Modality: breast ultrasound.
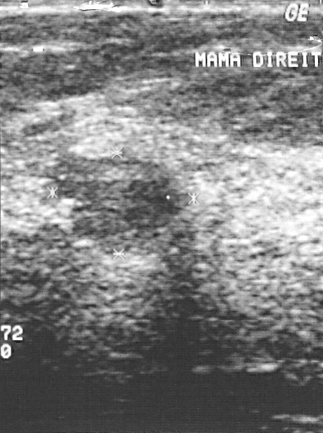
Biopsy or follow-up result: benign. (BI-RADS category 3.)